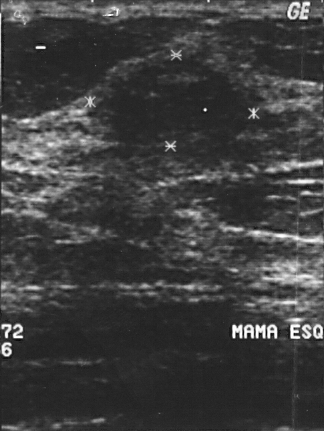
Imaging: B-mode breast ultrasound.
The BI-RADS is 4. Confirmed outcome (biopsy or follow-up) is benign.